Breast US.
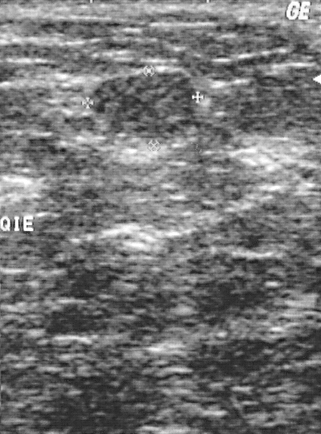
This breast US shows a finding, benign on biopsy or follow-up.